Modality: breast ultrasound image.
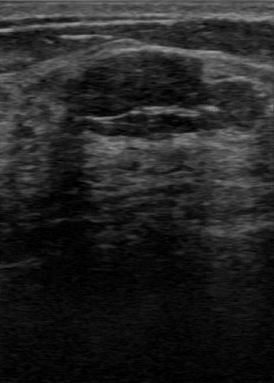
Breast lesion: benign on biopsy or follow-up.